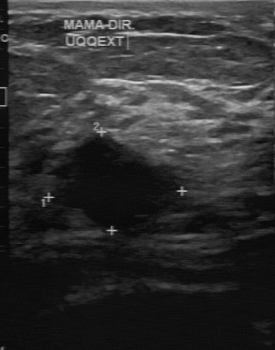
Modality: breast ultrasound. Scanner: GE Logiq 7 @10-14MHz.
Lesion bounding box: x1=46, y1=135, x2=182, y2=230.